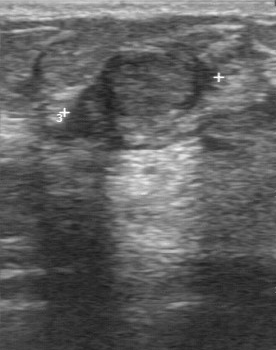
Modality: breast sonogram.
Lesion characteristics:
- BI-RADS on independent re-read: 4A